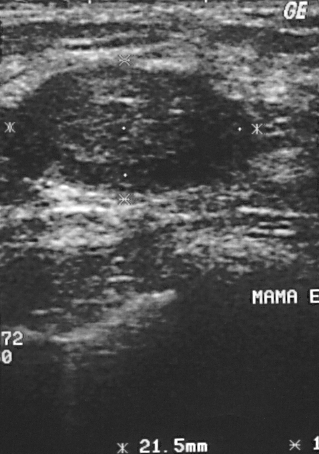
Breast sonogram.
This breast sonogram shows a mass. It was assessed as BI-RADS 2. Histopathology: fibroadenoma (benign).